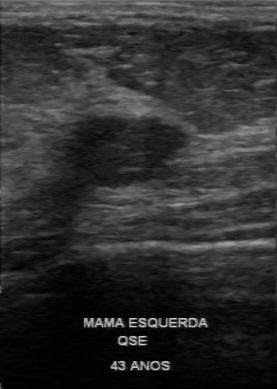
Acquired on GE Logiq 7 @10-14MHz. Modality: B-mode breast ultrasound.
Original-read BI-RADS category: 3. The following findings are from a second reader, independent of the original assessment. Margin: regular. Boundary: clear. The finding is hypoechoic. There are no calcifications. Histopathology: fibroadenoma (benign).